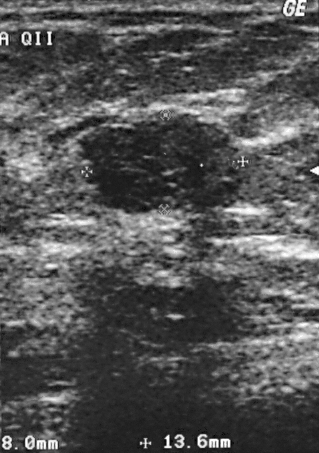
Modality: breast ultrasound image.
The mass is benign on biopsy or follow-up. (BI-RADS category 4.)